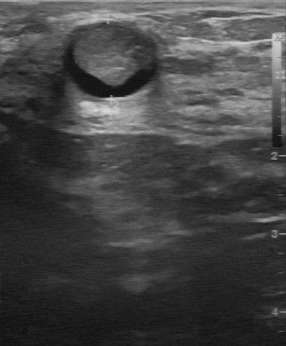
Imaging: breast ultrasound.
Breast ultrasound findings:
- BI-RADS category: 4